B-mode breast ultrasound.
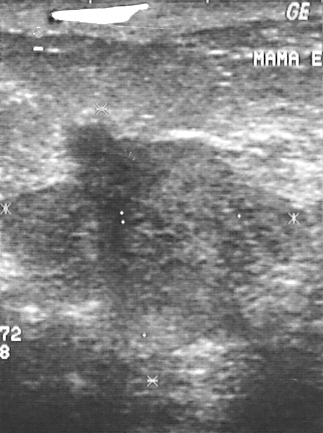
Breast lesion: malignant on biopsy or follow-up.